Modality: breast ultrasound.
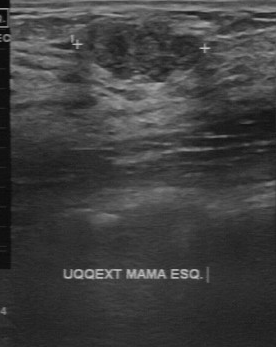
The mass demonstrates biopsy or follow-up result: benign, BI-RADS assessment: 3.